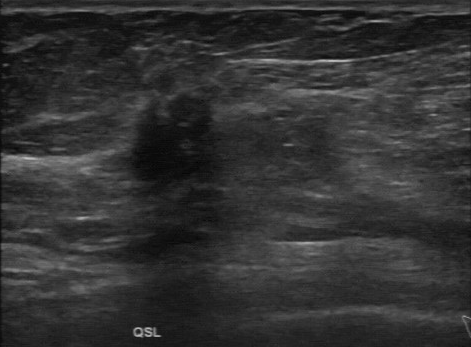
Breast sonogram.
BI-RADS 4 in the original read. On a second, independent read, a mass with an irregular margin and an unclear boundary is seen; it is hypoechoic. No calcifications are seen. Pathology confirmed malignant invasive ductal carcinoma.